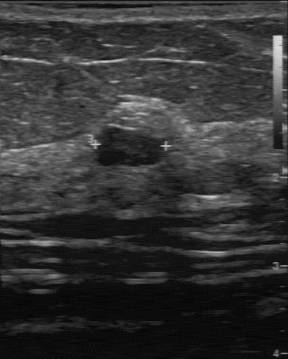
Imaging: breast ultrasound scan.
BI-RADS 4 in the original read; on a second read the margin is regular, the boundary clear and the breast lesion hypoechoic. No calcifications are seen. Biopsy showed fibroadenoma, a benign finding.